Breast sonogram.
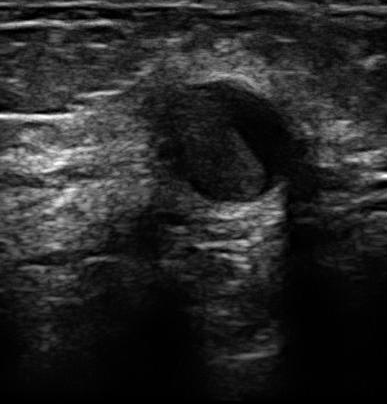
FINDINGS: Breast sonogram. Echogenicity: hypoechoic. Biopsy or follow-up result: benign. Boundary: fairly clear. Calcifications: absent. Lesion margin: partially regular.